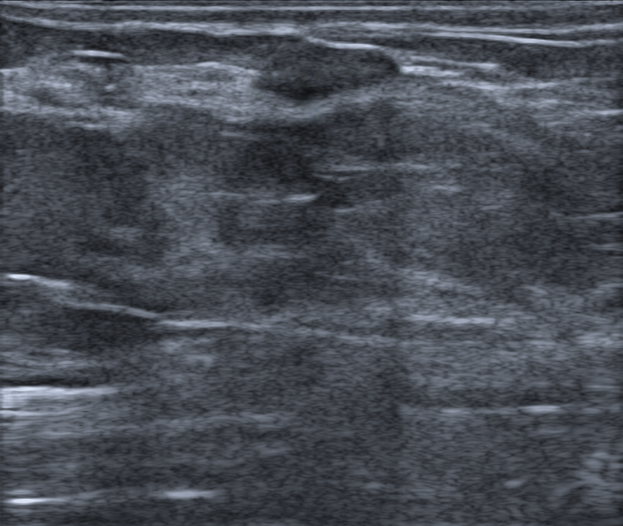
Imaging: breast ultrasound.
The breast lesion is oval and hypoechoic; its margin is circumscribed. There are no posterior acoustic features. BI-RADS 3; outcome on biopsy or follow-up: benign. Verification: follow-up care.